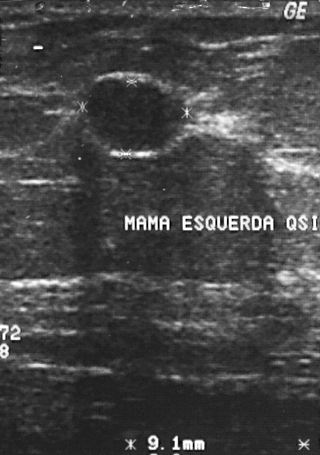
Imaging: breast ultrasound.
Pixel coordinates (x1, y1, x2, y2): The breast lesion is located within the bounding box 87 78 188 151. BI-RADS 2.